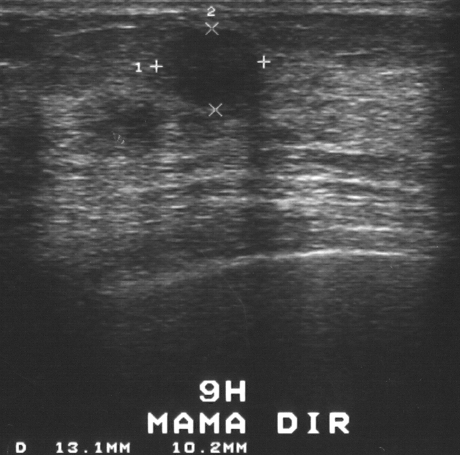
Acquired on GE Logiq 5 @10-12MHz. Imaging: breast sonogram.
This breast sonogram shows a breast lesion. It was assessed as BI-RADS 2. Pathology confirmed benign fibroadenoma.